Imaging: breast sonogram.
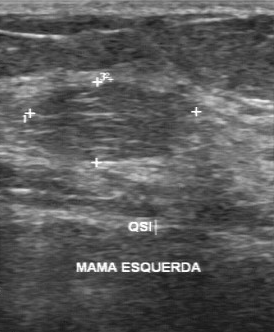
The original reader assigned BI-RADS 2. Descriptors from an independent second read (not the reader who assigned the category): The margin is partially regular. The lesion boundary is fairly clear. Echo pattern: heterogeneous. Calcifications: none. The biopsy result was lipoma; the breast lesion is benign.